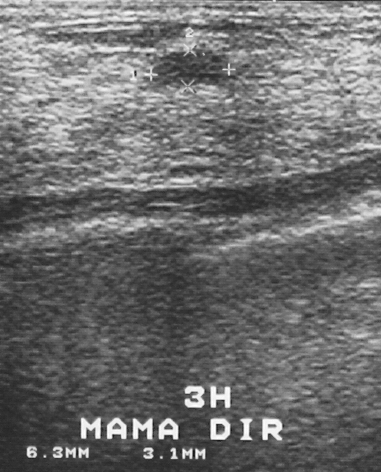
Breast ultrasound image.
BI-RADS category is 2. Confirmed outcome (biopsy or follow-up): benign. Biopsy result: fibroadenoma.